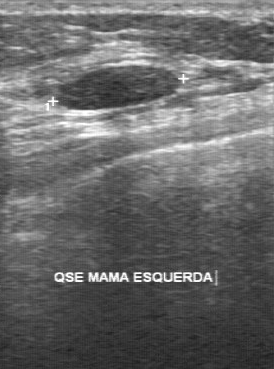
Breast sonogram.
Echogenicity: hypoechoic. Biopsy or follow-up result: benign. Boundary: clear. Lesion margin: regular. Calcifications: none. Pathology: fibroadenoma.
OUTCOME ON BIOPSY OR FOLLOW-UP: benign.